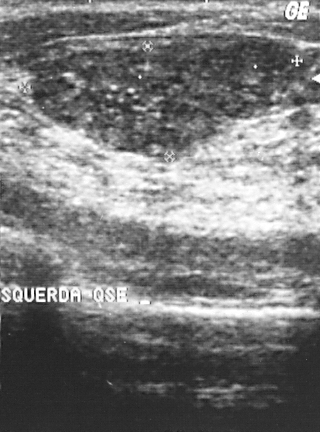
Imaging: breast ultrasound.
The lesion is benign on biopsy or follow-up. (BI-RADS category 2.)